43-year-old patient. Imaging: breast ultrasound scan. Background echotexture is homogeneous: fibroglandular.
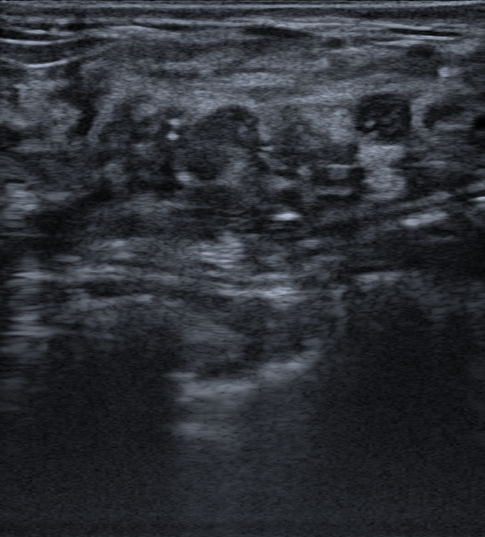
An irregular, heterogeneous lesion with spiculated margins is seen. No posterior acoustic features are seen. There are calcifications in the mass. BI-RADS assessment: 4B; biopsy or follow-up result: malignant. Radiologist's impression: Suspicion of malignancy; Dysplasia; Duct filled with thick fluid; Lacteal cyst. Biopsy result: Ductal carcinoma in situ (DCIS); Solid papillary carcinoma in situ.